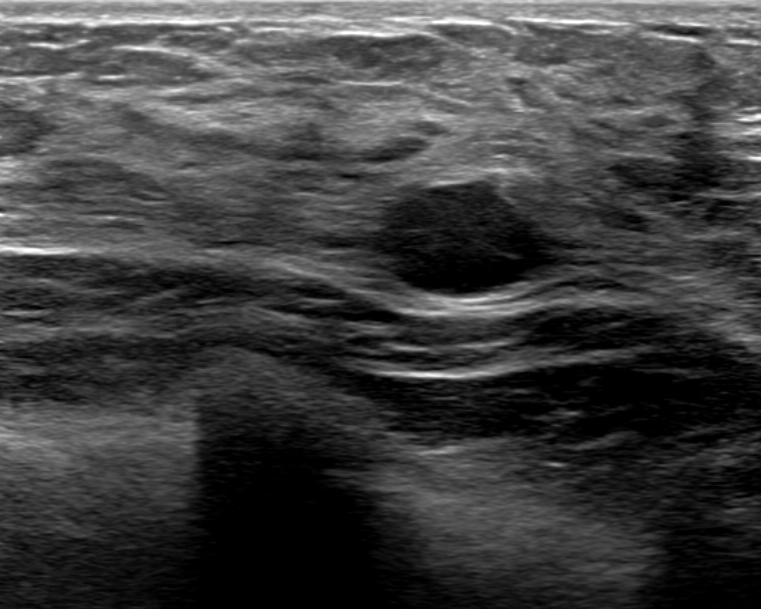
Background echotexture is heterogeneous: predominantly fibroglandular. Imaging: breast ultrasound scan. Patient age: 21.
The finding is benign on biopsy or follow-up. BI-RADS 2.